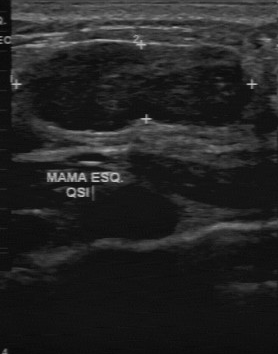
Imaging: breast ultrasound scan.
The BI-RADS is 3. The outcome on biopsy or follow-up is benign.